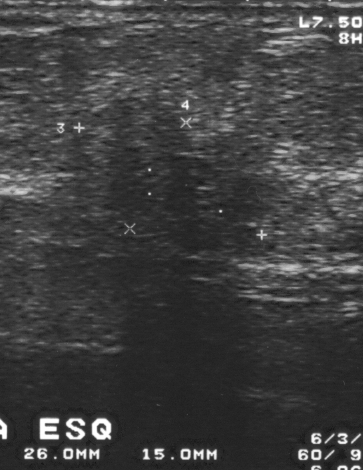
Breast sonogram. Acquired on GE Logiq 5 @10-12MHz.
Coordinates are pixels in the 363x470 image. Lesion region of interest: top-left (46, 97), bottom-right (286, 256). The lesion is malignant on biopsy or follow-up.